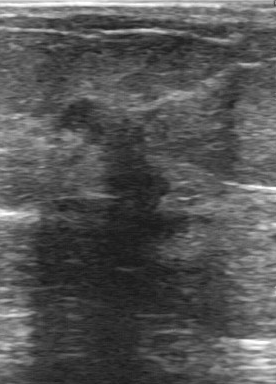
Scanner: GE Logiq 7 @10-14MHz. B-mode breast ultrasound.
(coordinates in a 276x384 pixel frame) The mass occupies approximately x1=56, y1=97, x2=171, y2=228.